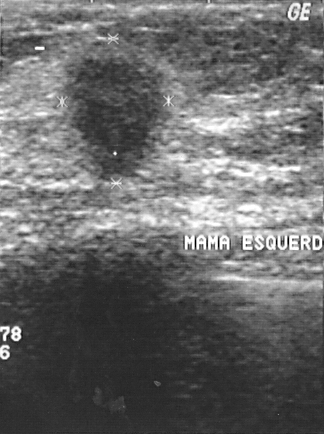
Breast US.
BI-RADS assessment: 4. Biopsy or follow-up result: malignant. Biopsy showed invasive ductal carcinoma.